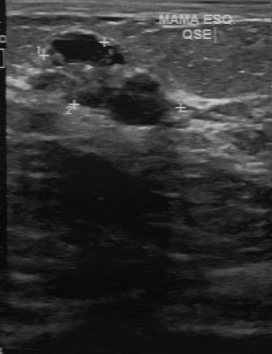
Acquired on GE Logiq 7 @10-14MHz. Modality: breast ultrasound image.
The mass is benign on biopsy or follow-up. BI-RADS 4.